Imaging: B-mode breast ultrasound.
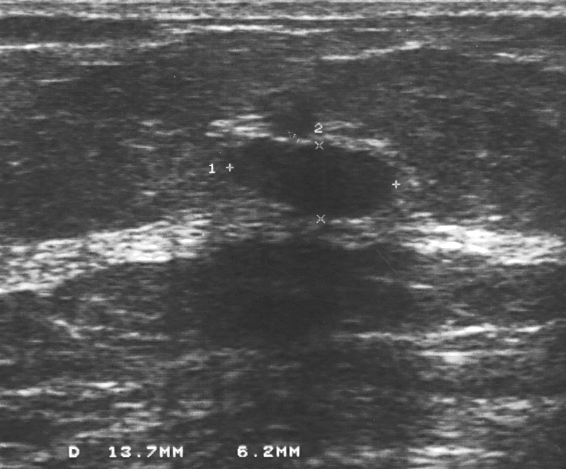
BI-RADS category 2. This breast lesion proved benign on biopsy or follow-up. Pathology confirmed fibroadenoma.